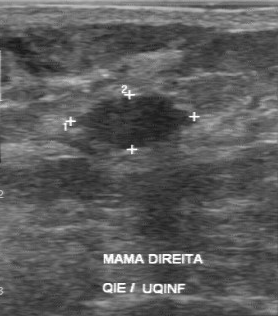
Imaging: breast ultrasound image. Acquired on GE Logiq 7 @10-14MHz.
Biopsy or follow-up result: benign. BI-RADS 2.